Scanner: GE Logiq 7 @10-14MHz. Modality: breast US.
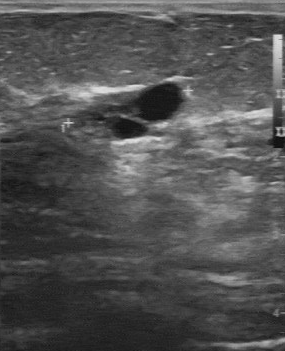
The lesion demonstrates calcifications: none, fairly clear boundary, biopsy or follow-up result: benign, anechoic echo pattern, partially regular margin.